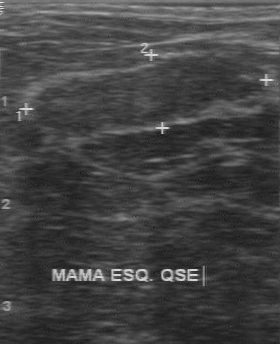
Modality: breast ultrasound scan.
Outcome on biopsy or follow-up: benign. BI-RADS category is 3.